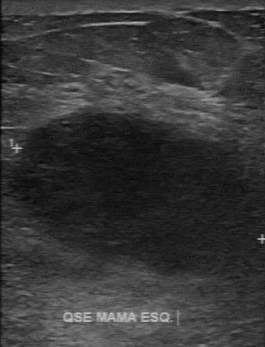
Modality: breast ultrasound.
The mass demonstrates hypoechoic internal echoes, fairly clear lesion boundary, calcifications: absent, regular lesion margin.